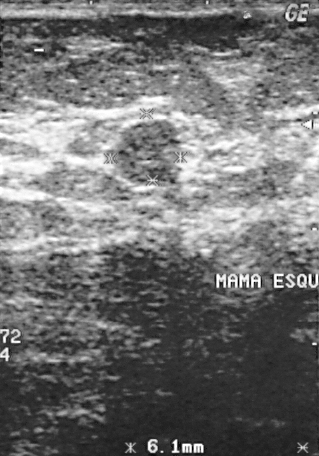
Imaging: breast US.
This breast US shows a breast lesion. Assessment: BI-RADS 3. Histopathology: fibroadenoma (benign).